Breast sonogram.
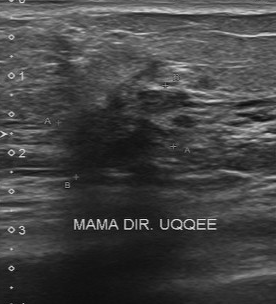
FINDINGS: BI-RADS: 5.
OUTCOME ON BIOPSY OR FOLLOW-UP: malignant.